B-mode breast ultrasound.
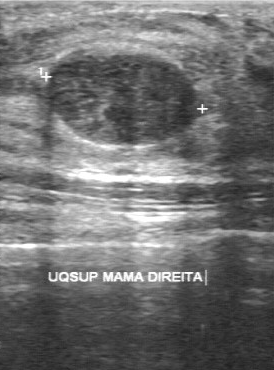
Lesion boundary is clear. Margin: regular. The internal echoes are heterogeneous. No calcifications are seen.